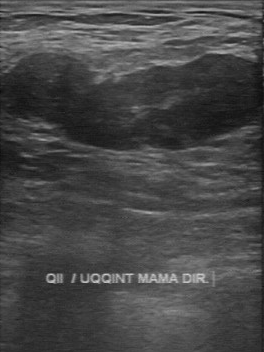
Scanner: GE Logiq 7 @10-14MHz. Breast sonogram.
The original reader assigned BI-RADS 4. A second, independent read describes the breast lesion as follows. There are no calcifications. The margin is partially regular. Boundary: fairly clear. Internally the breast lesion is hypoechoic. The biopsy result was fibroadenoma; the breast lesion is benign.